Modality: breast ultrasound scan. Scanner: GE Logiq 7 @10-14MHz.
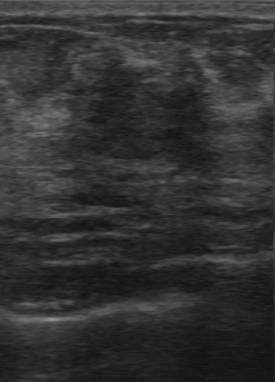
Calcifications: absent. BI-RADS (first reader): 3. Echogenicity: slightly hypoechoic. Lesion margin: irregular. Independent BI-RADS assessment: 4A.
OUTCOME ON BIOPSY OR FOLLOW-UP: benign.